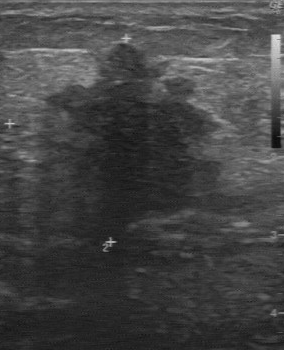
Breast US.
The lesion was assessed as BI-RADS 5 by the original reader. A second reader, independent of the original assessment, describes a hypoechoic lesion with an irregular margin; the boundary is unclear. No calcifications are seen. Biopsy showed invasive ductal carcinoma, a malignant finding.